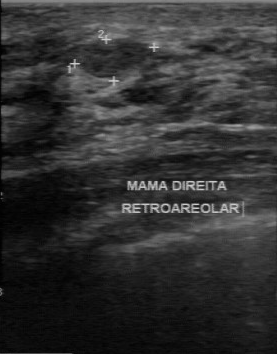
Breast ultrasound.
Original-read BI-RADS category: 2. On a second read by an independent reader: The breast lesion has a regular margin. Its boundary is clear. The breast lesion is hypoechoic. No calcifications are seen. The biopsy result was intraductal papilloma; the breast lesion is benign.